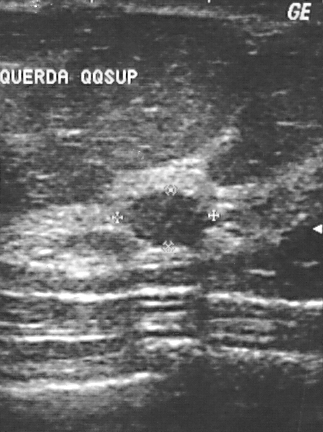
Modality: breast US.
Biopsy showed fibroadenoma, a benign finding. Biopsy or follow-up result: benign. BI-RADS assessment: 2.